Modality: B-mode breast ultrasound.
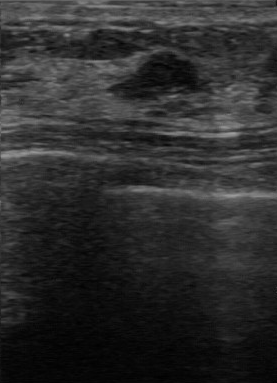
BI-RADS 4 in the original read; on a second read the margin is partially regular, the boundary fairly clear and the mass hypoechoic. No calcifications are seen. The biopsy result was fibroadenoma; the mass is benign.